Imaging: breast ultrasound image.
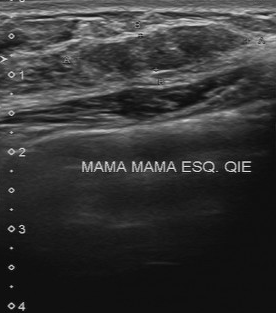
- margin: regular
- lesion boundary: clear
- echo pattern: slightly hypoechoic
- BI-RADS (first reader): 3
- second-reader BI-RADS: 3